Modality: B-mode breast ultrasound.
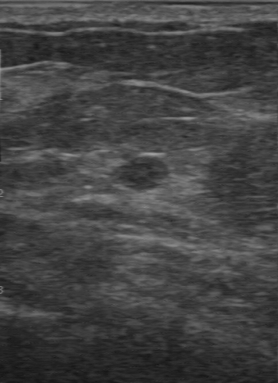
B-mode breast ultrasound findings:
- calcifications: none
- margin: regular
- lesion boundary: fairly clear
- echogenicity: hypoechoic